Acquired on GE Logiq 7 @10-14MHz. Imaging: breast US.
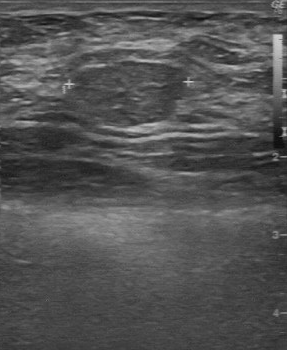
BI-RADS 2 in the original read; on a second read the margin is regular, the boundary clear and the finding slightly hypoechoic. Biopsy showed fibroadenoma, a benign finding.